Imaging: breast sonogram.
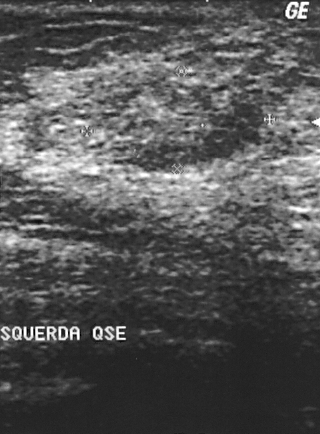
Pixel coordinates (x1, y1, x2, y2): Lesion bounding box: x1=110, y1=81, x2=262, y2=171.